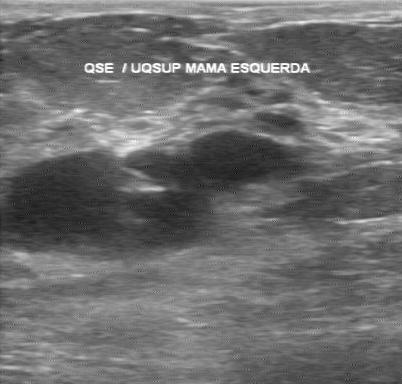
Imaging: breast ultrasound. Acquired on GE Logiq 7 @10-14MHz.
Lesion region of interest: 12 131 282 262.